Scanner: GE Logiq 7 @10-14MHz. Imaging: breast US.
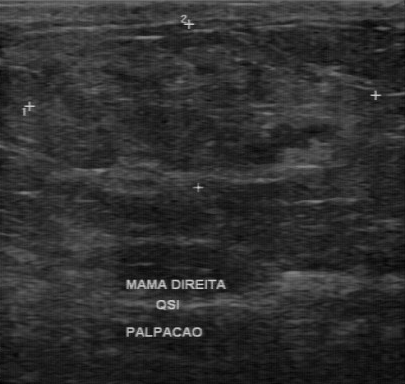
FINDINGS: Breast US. BI-RADS: 3.
OUTCOME ON BIOPSY OR FOLLOW-UP: benign.